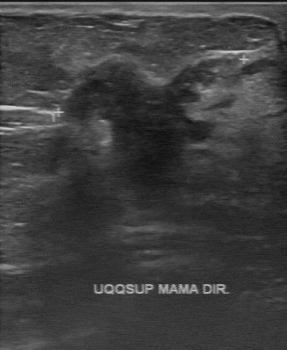
Modality: breast ultrasound scan. Scanner: GE Logiq 7 @10-14MHz.
The original reader assigned BI-RADS 5. A second reader, independent of the original assessment, describes a hypoechoic mass with an irregular margin; the boundary is unclear. Calcification is suspected. Histopathology: invasive ductal carcinoma (malignant).